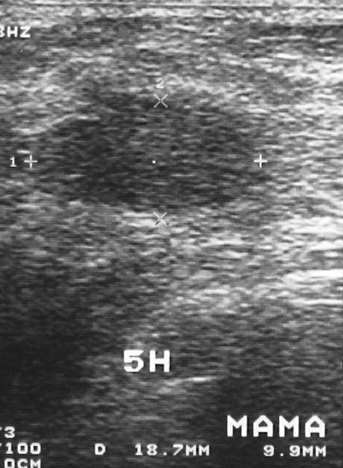
Modality: breast US.
BI-RADS: 3. Pathology: fibroadenoma. Biopsy or follow-up result: benign.
OUTCOME ON BIOPSY OR FOLLOW-UP: benign.